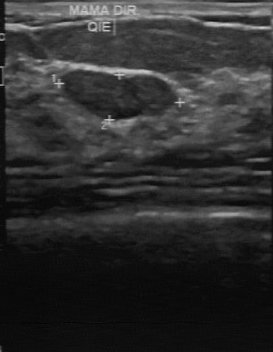
Breast ultrasound.
Echogenicity: hypoechoic. There are no calcifications. Boundary is clear. Biopsy or follow-up result is benign. Lesion margin is regular.